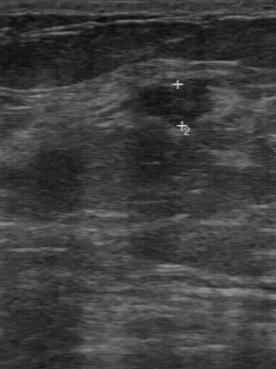
Acquired on GE Logiq 7 @10-14MHz. Imaging: breast ultrasound.
Finding: lesion, benign on biopsy or follow-up.